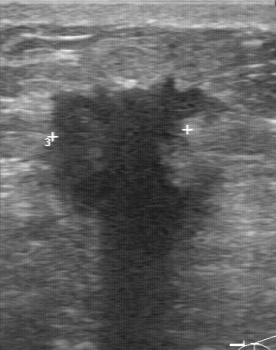
Breast sonogram.
BI-RADS 5 in the original read; on a second read the margin is irregular, the boundary unclear and the finding hypoechoic. There are no calcifications. Histopathology: invasive ductal carcinoma (malignant).